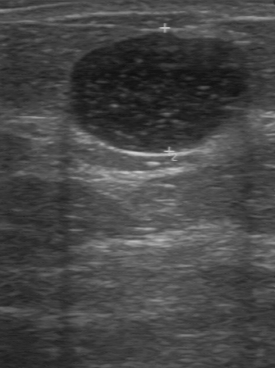
B-mode breast ultrasound.
Breast lesion: benign on biopsy or follow-up.